Breast US.
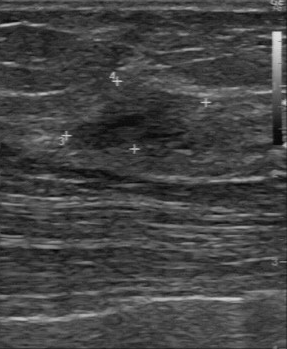
Coordinates are pixels in the 287x349 image. Lesion bounding box: (67, 86) to (217, 156). The lesion is benign on biopsy or follow-up.